Modality: breast ultrasound scan.
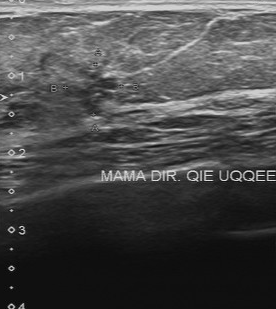
The mass demonstrates unclear boundary, independent BI-RADS assessment: 4A, BI-RADS (first reader): 4.